Modality: breast sonogram.
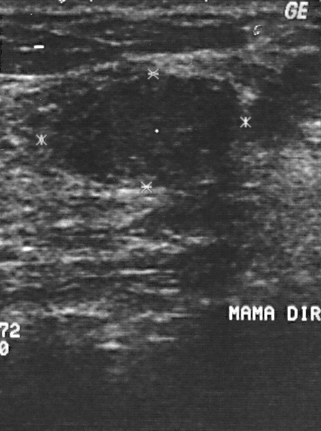
(coordinates in a 321x431 pixel frame) Lesion region of interest: (54, 78) to (240, 188). The lesion is benign on biopsy or follow-up.